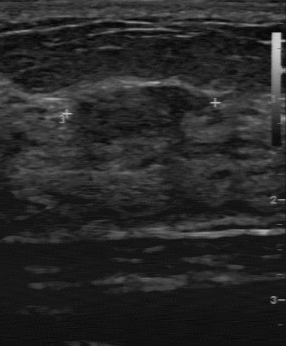
Scanner: GE Logiq 7 @10-14MHz. Breast ultrasound image.
The breast lesion is located within the bounding box x1=73, y1=86, x2=211, y2=145. The breast lesion is benign on biopsy or follow-up.